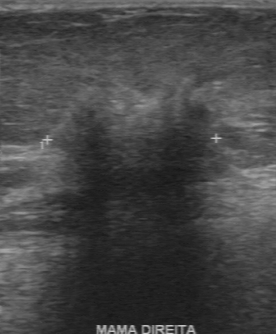
Modality: breast ultrasound image.
This breast ultrasound image shows a lesion with outcome on biopsy or follow-up: malignant, pathology: invasive ductal carcinoma, heterogeneous echo pattern, unclear boundary, irregular lesion margin, calcifications: absent.